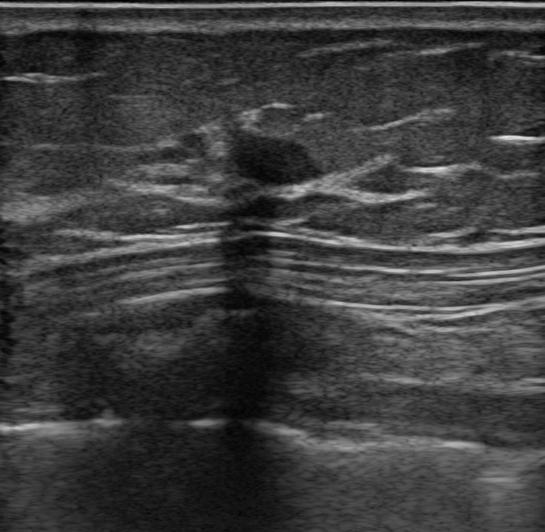
Imaging: B-mode breast ultrasound. Background echotexture is heterogeneous: predominantly fat. Patient age: 76.
BI-RADS category is 3. There is no echogenic halo. The biopsy or follow-up result is benign. Margin: circumscribed. The calcifications are in a mass. Skin thickening is absent. Echogenicity: hypoechoic.